Modality: breast ultrasound.
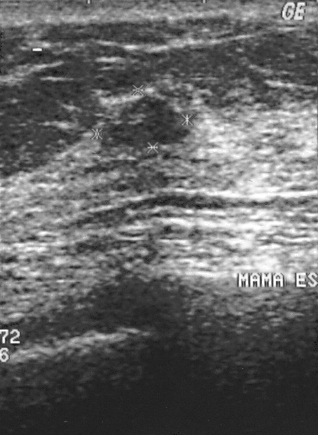
This breast ultrasound shows a breast lesion. Assessment: BI-RADS 2. Biopsy showed fibrocystic changes, a benign finding.